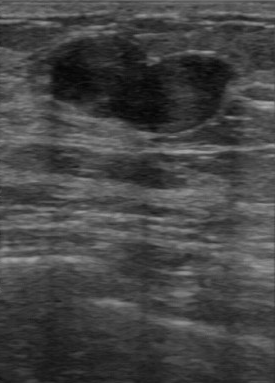
Imaging: breast ultrasound image.
FINDINGS: Breast ultrasound image. Histopathology: fibroadenoma. BI-RADS assessment: 2. Biopsy or follow-up result: benign.
OUTCOME ON BIOPSY OR FOLLOW-UP: benign.